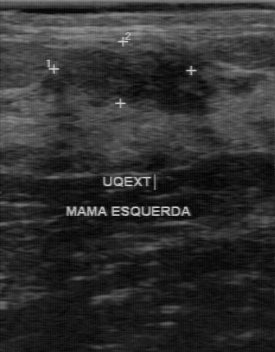
Breast ultrasound image.
FINDINGS: Breast ultrasound image. BI-RADS: 2.
OUTCOME ON BIOPSY OR FOLLOW-UP: benign.